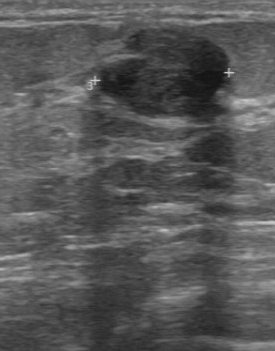
Breast ultrasound scan.
The original reader assigned BI-RADS 3. A second reader, independent of the original assessment, describes a hypoechoic breast lesion with a regular margin; the boundary is clear. Pathology confirmed benign fibroadenoma.